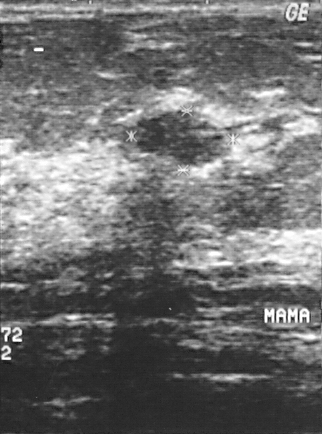
Modality: B-mode breast ultrasound.
The breast lesion is assessed as BI-RADS 2.
The breast lesion is benign on biopsy or follow-up.
Biopsy showed fibrocystic changes, a benign finding.